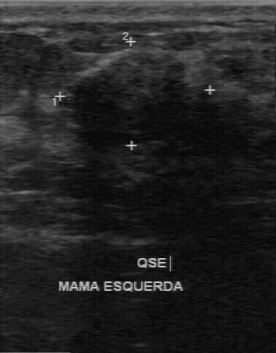
Imaging: breast US.
(coordinates in a 276x353 pixel frame) Breast lesion bounding box: [69, 53, 185, 131]. The breast lesion is benign on biopsy or follow-up.